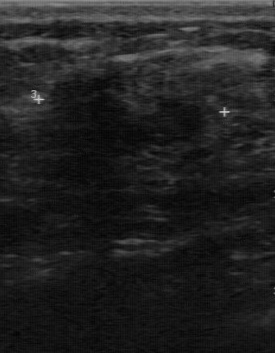
Modality: breast US.
Coordinates are pixels in the 275x353 image. The mass is located within the bounding box x1=48, y1=72, x2=208, y2=154. The mass is benign on biopsy or follow-up.